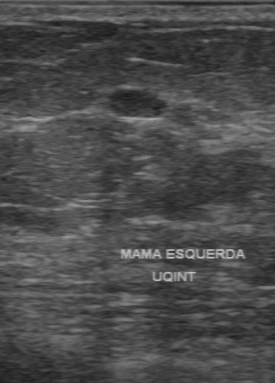
Breast US. Acquired on GE Logiq 7 @10-14MHz.
FINDINGS: Biopsy or follow-up result: malignant. BI-RADS assessment: 3.
OUTCOME ON BIOPSY OR FOLLOW-UP: malignant.